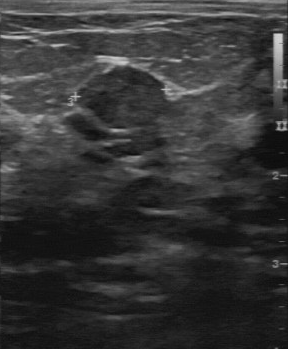
Modality: breast ultrasound. Acquired on GE Logiq 7 @10-14MHz.
This breast ultrasound shows a mass, benign on biopsy or follow-up. (BI-RADS category 3.)